Imaging: breast US.
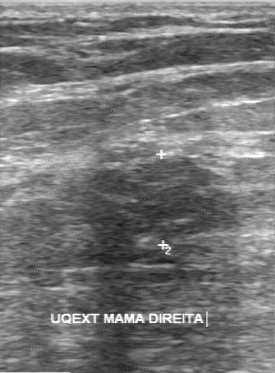
Original-read BI-RADS category: 4. A second reader, independent of the original assessment, describes a slightly hypoechoic breast lesion with a partially regular margin; the boundary is somewhat unclear. The biopsy result was fibroadenoma; the breast lesion is benign.